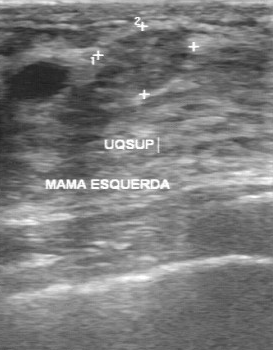
Imaging: breast ultrasound.
Coordinates are pixels in the 273x350 image. Lesion bounding box: (98, 29) to (188, 90). The lesion is benign on biopsy or follow-up.